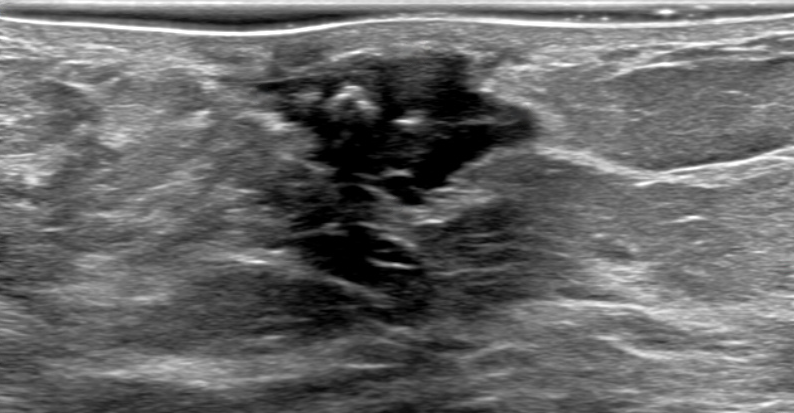
60-year-old patient. Modality: breast ultrasound image.
The finding is irregular and hypoechoic; its margin is circumscribed. There is posterior shadowing. There are calcifications in the mass. BI-RADS 4A; outcome on biopsy or follow-up: benign. Differential on reading: Fibroadenoma; Isolated calcifications. Biopsy confirmed fibroadenoma.